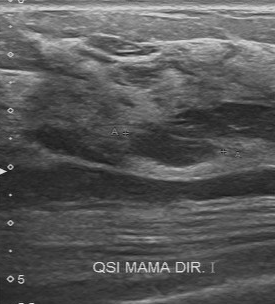
Imaging: B-mode breast ultrasound. Scanner: Toshiba Aplio 300 @12-14 MHz.
Calcifications: absent. Lesion boundary: fairly clear. Biopsy or follow-up result: benign. Lesion margin: regular. Internal echoes: slightly hypoechoic. Histopathology: fibroadenoma.
OUTCOME ON BIOPSY OR FOLLOW-UP: benign.